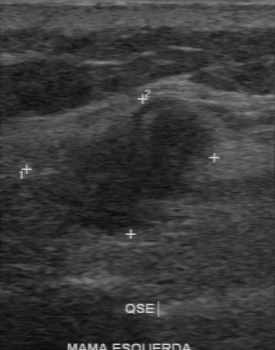
Scanner: GE Logiq 7 @10-14MHz. Modality: breast sonogram.
The breast lesion was assessed as BI-RADS 4 by the original reader. A second reader, independent of the original assessment, describes a hypoechoic breast lesion with a partially regular margin; the boundary is somewhat unclear. Biopsy showed invasive lobular carcinoma, a malignant finding.